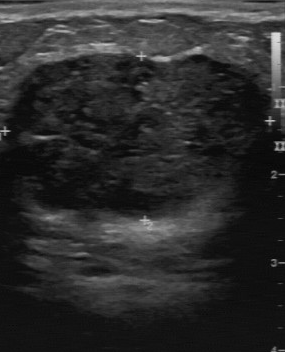
Breast ultrasound scan. Scanner: GE Logiq 7 @10-14MHz.
A lesion is seen with independent BI-RADS assessment: 4A, regular lesion margin, mixed cystic and solid echo pattern, calcifications: suspected.